Breast US.
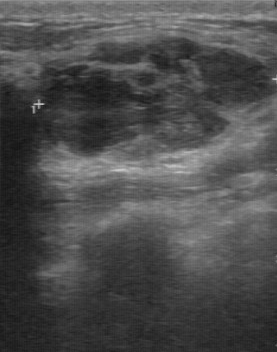
Original-read BI-RADS category: 3. A second reader, independent of the original assessment, describes a heterogeneous finding with a partially regular margin; the boundary is fairly clear. No calcifications are seen. Pathology confirmed benign fibroadenoma.